B-mode breast ultrasound. Scanner: GE Logiq 5 @10-12MHz.
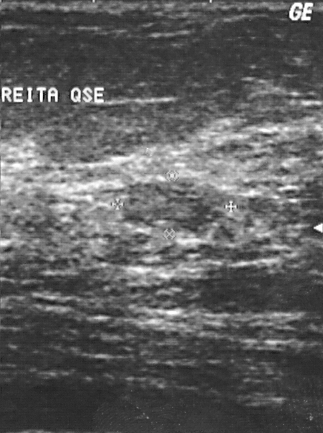
This B-mode breast ultrasound shows a breast lesion, benign on biopsy or follow-up. BI-RADS 3.